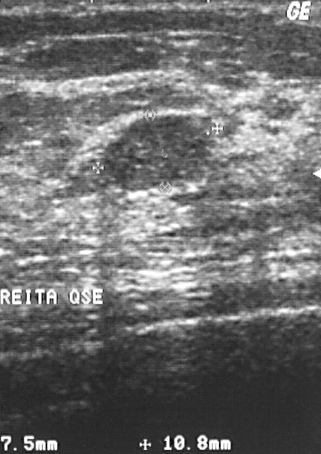
Imaging: breast sonogram. Scanner: GE Logiq 5 @10-12MHz.
Outcome on biopsy or follow-up: benign.